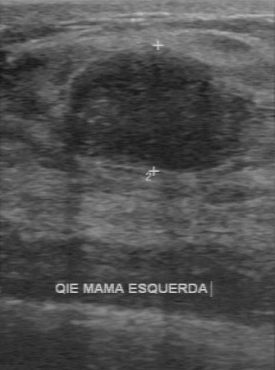
Modality: breast ultrasound.
FINDINGS: Breast ultrasound. Biopsy result: fibroadenoma. Second-reader BI-RADS: 3.
OUTCOME ON BIOPSY OR FOLLOW-UP: benign.